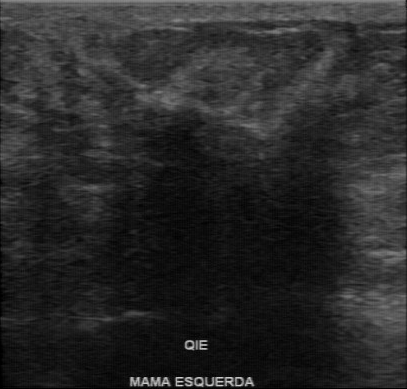
Scanner: GE Logiq 7 @10-14MHz. Breast ultrasound scan.
The independent BI-RADS assessment is 4C. The original BI-RADS is 4.